Imaging: breast ultrasound.
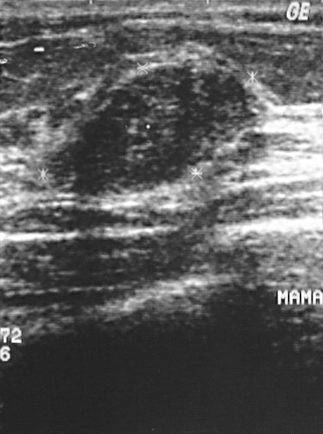
- BI-RADS assessment: 2
- pathology: fibroadenoma